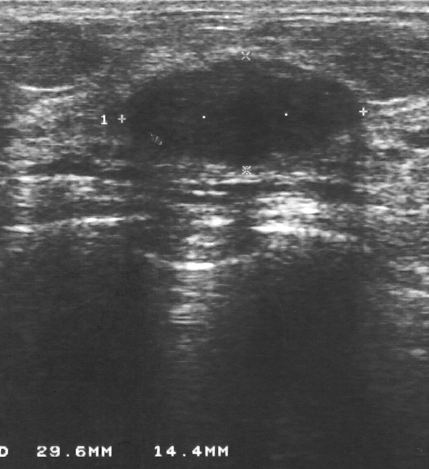
Breast US.
Outcome on biopsy or follow-up: benign.